Background echotexture is heterogeneous: predominantly fat. Modality: breast ultrasound.
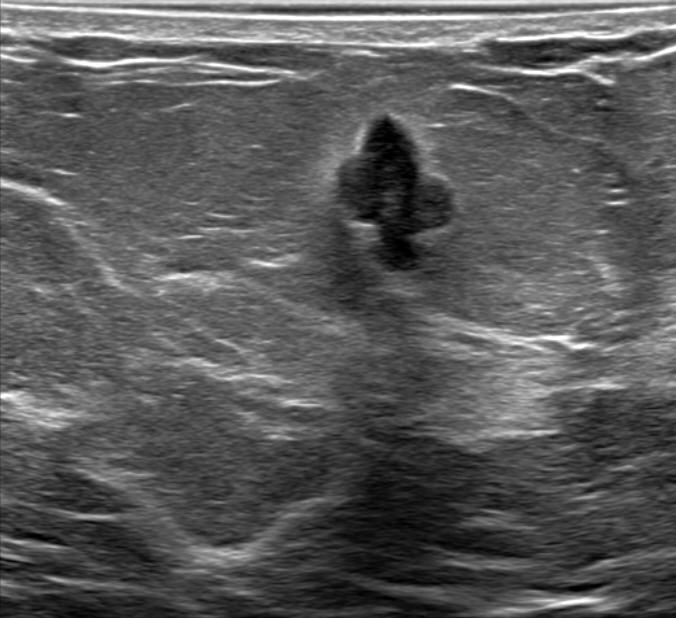
It has an irregular shape.
Margin: circumscribed.
Its echo pattern is hypoechoic.
No posterior acoustic features are seen.
An echogenic halo is present.
Calcifications: none.
No skin thickening is seen.
BI-RADS assessment: 5.
Biopsy or follow-up result: benign.
Differential on reading: Suspicion of malignancy.